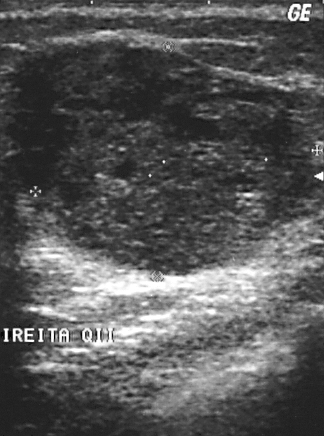
Modality: breast sonogram.
(coordinates in a 324x436 pixel frame) The lesion occupies approximately 29 38 305 275. The lesion is malignant on biopsy or follow-up.